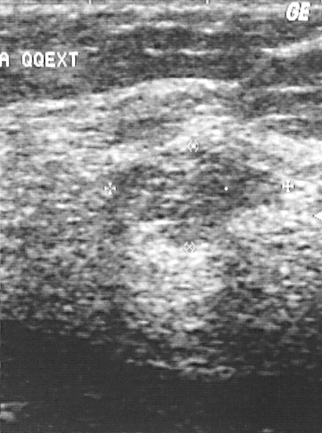
Modality: breast US.
A finding is seen. Assessment: BI-RADS 3. Pathology confirmed benign fibroadenoma.